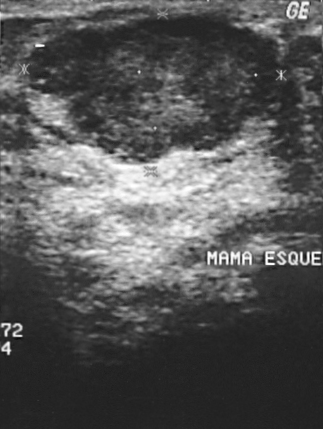
Scanner: GE Logiq 5 @10-12MHz. Imaging: breast US.
Mass bounding box: [21, 16, 279, 166].